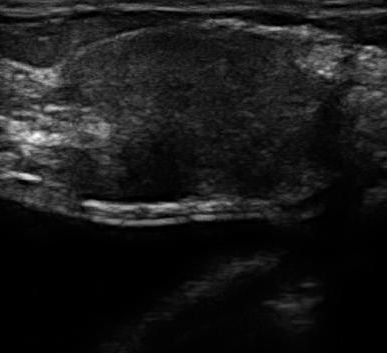
Breast ultrasound image.
Coordinates are pixels in the 387x353 image. The lesion occupies approximately (45, 28) to (357, 204). The lesion is malignant on biopsy or follow-up.